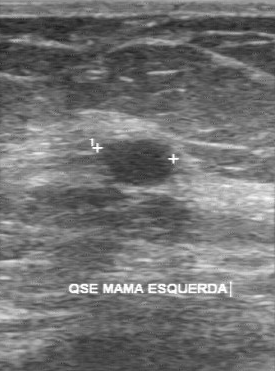
Imaging: breast sonogram. Scanner: GE Logiq 7 @10-14MHz.
Lesion characteristics:
- margin: regular
- internal echoes: hypoechoic
- calcifications: none
- boundary: clear
- biopsy or follow-up result: benign